Modality: B-mode breast ultrasound.
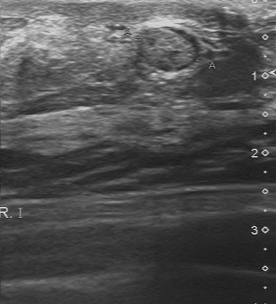
Pixel coordinates (x1, y1, x2, y2): The lesion occupies approximately 133 26 200 71. The lesion is benign on biopsy or follow-up. BI-RADS 3.